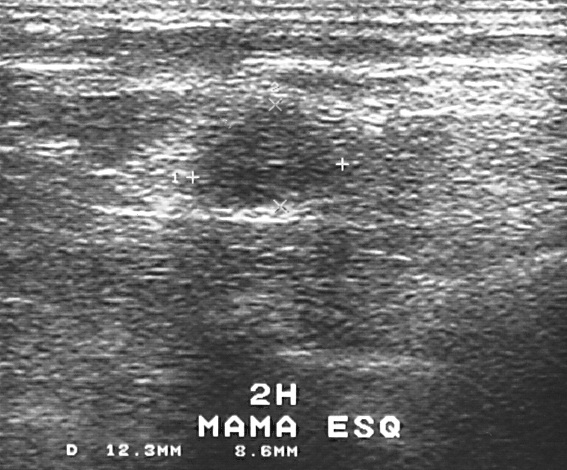
Imaging: breast ultrasound.
The biopsy result was fibrocystic changes. BI-RADS assessment: 3. Biopsy or follow-up result: benign.